Breast ultrasound.
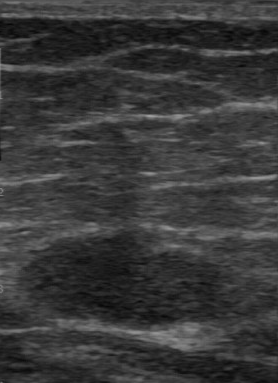
The mass was categorized BI-RADS 3 in the original read. A second reader, independent of the original assessment, describes a hypoechoic mass with a regular margin; the boundary is clear. There are no calcifications. Pathology confirmed benign fibroadenoma.